Breast ultrasound.
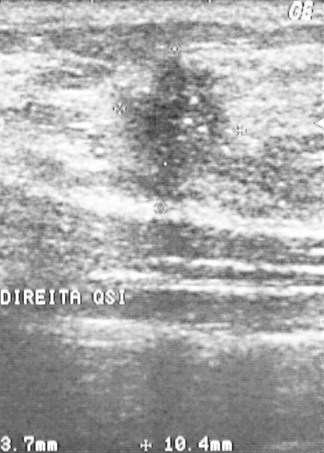
Outcome on biopsy or follow-up: malignant.